Breast ultrasound.
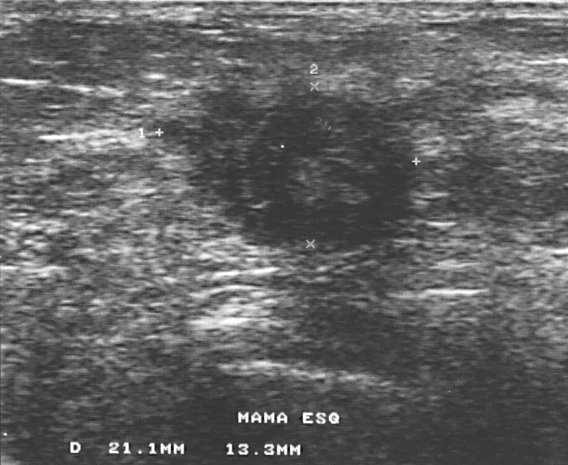
The mass demonstrates biopsy result: invasive ductal carcinoma, BI-RADS: 4.